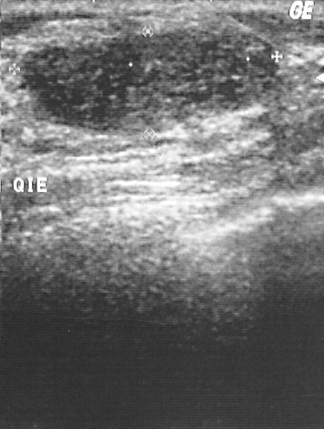
Imaging: B-mode breast ultrasound.
Mass bounding box: [21, 28, 276, 134].